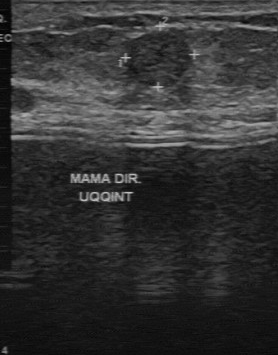
Modality: B-mode breast ultrasound.
BI-RADS 3 in the original read. Findings on the second read (an independent reader): a slightly hypoechoic lesion, margin regular, boundary clear. Pathology confirmed benign fibroadenoma.